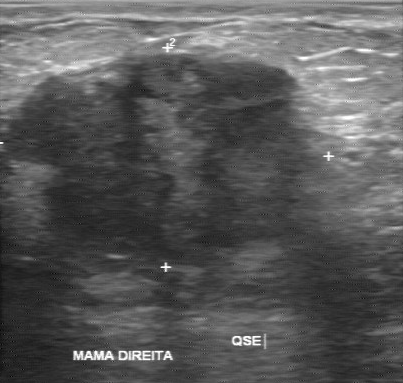
B-mode breast ultrasound.
Biopsy or follow-up result: malignant.